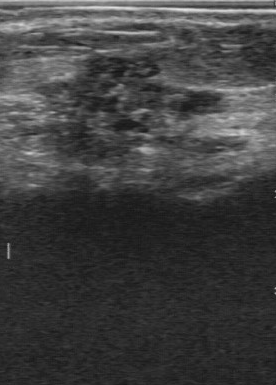
Modality: breast ultrasound scan.
The lesion was categorized BI-RADS 5 in the original read. A second reader, independent of the original assessment, describes a heterogeneous lesion with an irregular margin; the boundary is unclear. The lesion contains multiple clustered microcalcifications. Biopsy showed ductal carcinoma in situ, a malignant finding.